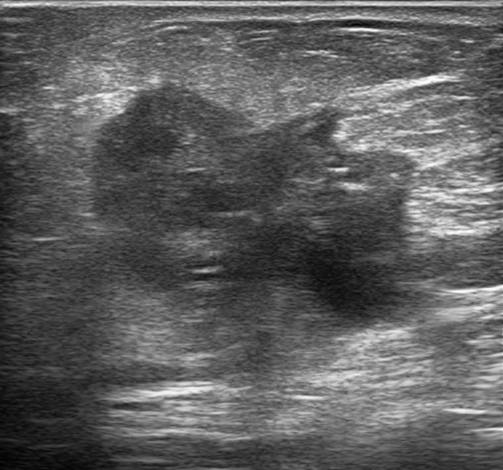
Age 63. Imaging: breast ultrasound.
The mass is irregular and heterogeneous; its margin is not circumscribed (angular and indistinct). Posterior features: enhancement. Echogenic halo: present. There are no calcifications. The mass is categorized as BI-RADS 4B; on biopsy or follow-up it was malignant. Radiologic interpretation: Suspicion of malignancy; Fibroadenoma; Intraductal papilloma. Histopathology: Invasive carcinoma of no special type (NST).